Breast US.
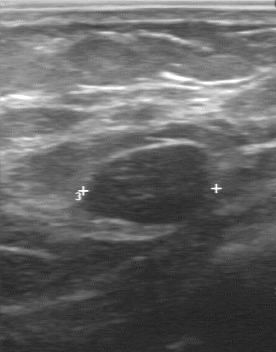
The lesion demonstrates biopsy or follow-up result: benign, clear lesion boundary, pathology: fibroadenoma, hypoechoic echo pattern, regular contour, calcifications: absent.